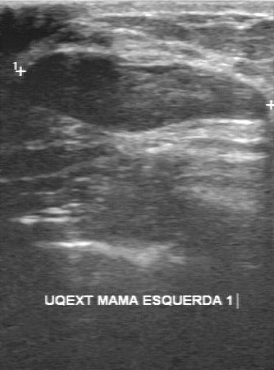
Imaging: breast ultrasound.
Histopathology: hyperplasia. BI-RADS category: 3.
OUTCOME ON BIOPSY OR FOLLOW-UP: benign.